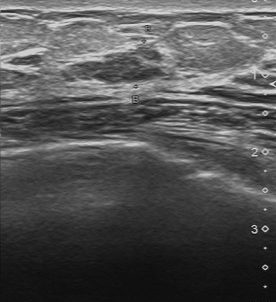
Breast ultrasound scan. Scanner: Toshiba Aplio 300 @12-14 MHz.
Original-read BI-RADS category: 3. A second reader, independent of the original assessment, describes a slightly hypoechoic finding with a partially regular margin; the boundary is fairly clear. No calcifications are seen. Pathology confirmed benign fibroadenoma.